Acquired on Toshiba Aplio 300 @12-14 MHz. B-mode breast ultrasound.
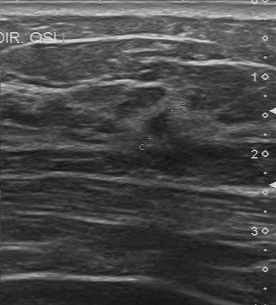
Independent BI-RADS assessment: 4A. Margin: partially regular. Biopsy result: invasive ductal carcinoma. Lesion boundary: somewhat unclear. Biopsy or follow-up result: malignant.